Scanner: GE Logiq 5 @10-12MHz. Modality: breast ultrasound image.
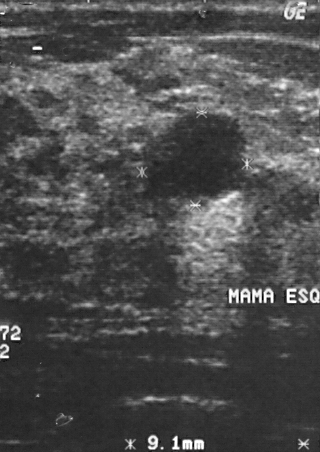
This breast ultrasound image shows a lesion. Assessment: BI-RADS 2. The biopsy result was cyst; the lesion is benign.